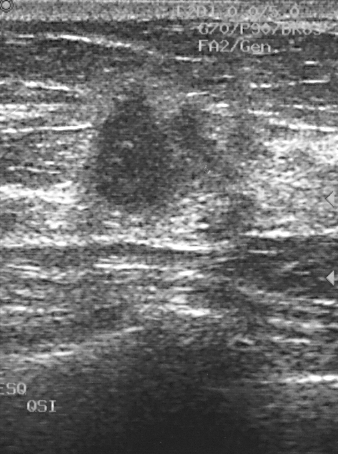
Modality: breast ultrasound.
A breast lesion is seen. BI-RADS category 5. Pathology confirmed malignant invasive ductal carcinoma.